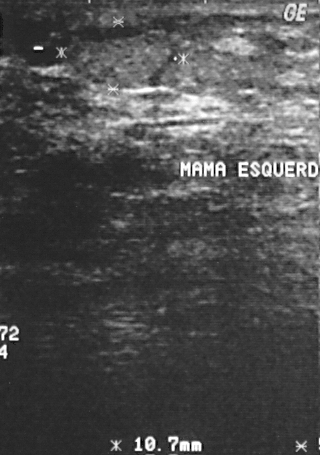
Breast ultrasound.
The outcome on biopsy or follow-up is benign. The BI-RADS assessment is 3. Biopsy result: lipoma.